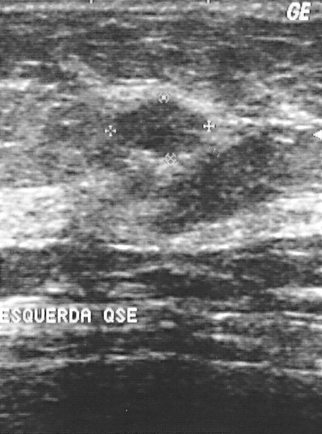
Breast US.
A finding is present on this breast US. It was assessed as BI-RADS 2. Biopsy showed fibrocystic changes, a benign finding.